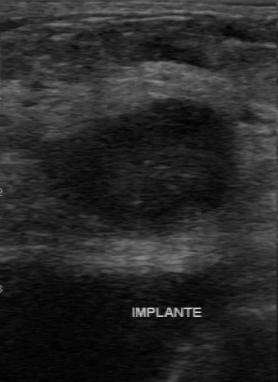
Scanner: GE Logiq 7 @10-14MHz. Breast sonogram.
A mass is seen with hypoechoic internal echoes, regular lesion margin, calcifications: absent, somewhat unclear lesion boundary, outcome on biopsy or follow-up: malignant.